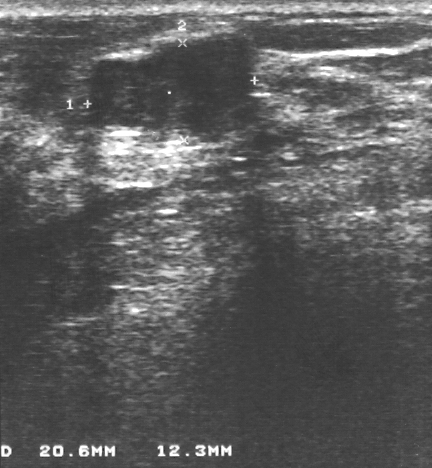
Breast sonogram.
A breast lesion is present on this breast sonogram. It was assessed as BI-RADS 4. The biopsy result was fibroadenoma; the breast lesion is benign.